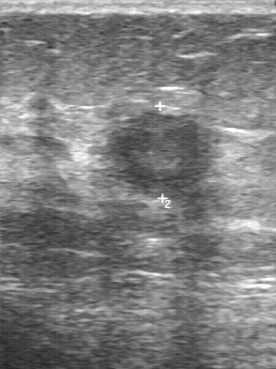
Imaging: breast sonogram.
The original reader assigned BI-RADS 4.
The following findings are from a second reader, independent of the original assessment.
The margin is partially regular.
The lesion boundary is somewhat unclear.
There are no calcifications.
Internally the mass is slightly hypoechoic.
The biopsy result was invasive ductal carcinoma; the mass is malignant.